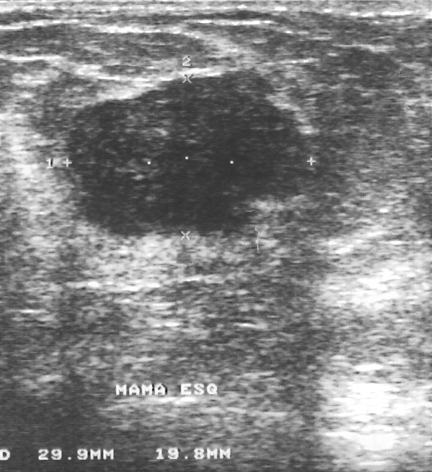
Breast ultrasound.
Biopsy or follow-up result: benign.